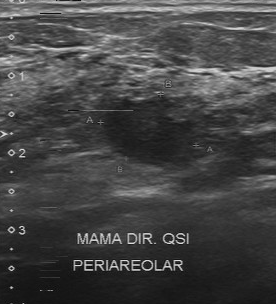
Acquired on Toshiba Aplio 300 @12-14 MHz. Modality: breast sonogram.
This breast sonogram shows a mass with biopsy or follow-up result: benign, pathology: hyperplasia, second-reader BI-RADS: 4A.